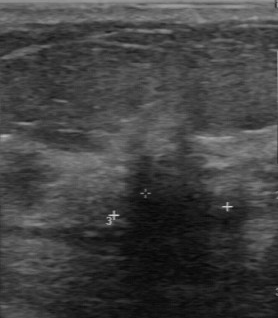
Imaging: breast US.
FINDINGS: BI-RADS category: 4. Confirmed outcome (biopsy or follow-up): malignant.
OUTCOME ON BIOPSY OR FOLLOW-UP: malignant.